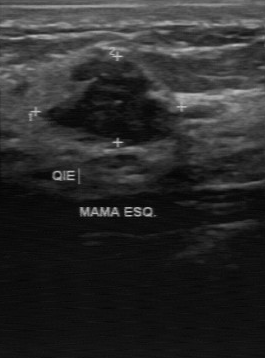
Imaging: breast ultrasound scan.
Contour is irregular. No calcifications are seen. The biopsy or follow-up result is benign. The lesion boundary is unclear. The echo pattern is hypoechoic.